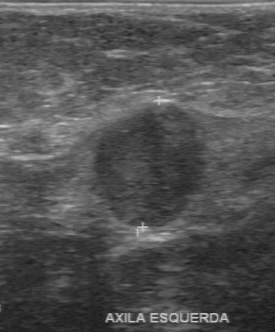
Scanner: GE Logiq 7 @10-14MHz. Breast ultrasound.
The lesion was assessed as BI-RADS 4 by the original reader. The following findings are from a second reader, independent of the original assessment. Boundary: fairly clear. No calcifications are seen. The lesion has a regular margin. Internally the lesion is slightly hypoechoic. Histopathology: invasive ductal carcinoma (malignant).